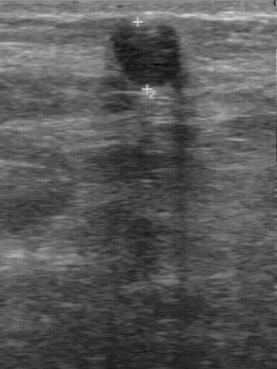
Modality: breast ultrasound. Scanner: GE Logiq 7 @10-14MHz.
The lesion was categorized BI-RADS 3 in the original read. Findings on the second read (an independent reader): a hypoechoic lesion, margin regular, boundary fairly clear. There are no calcifications. The biopsy result was fibroadenoma; the lesion is benign.